Imaging: breast ultrasound.
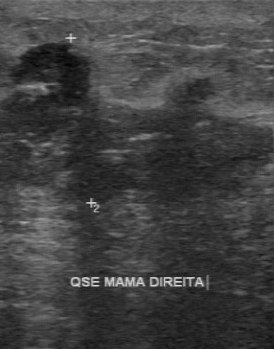
The finding was categorized BI-RADS 5 in the original read.
The following findings are from a second reader, independent of the original assessment.
Its boundary is unclear.
The finding is heterogeneous.
Calcifications: multiple calcifications.
The finding has an irregular margin.
The biopsy result was invasive ductal carcinoma; the finding is malignant.